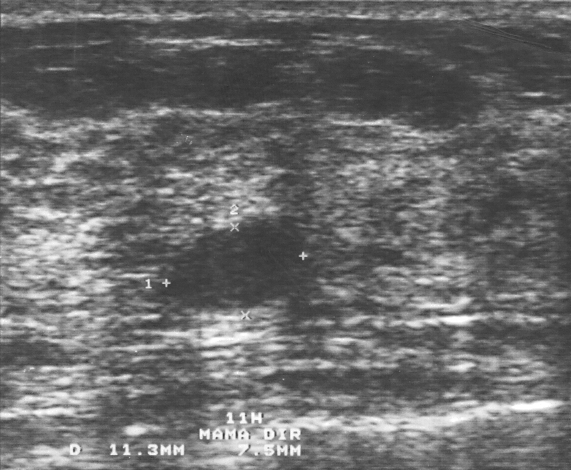
Imaging: breast ultrasound scan.
Assigned BI-RADS 3.
Biopsy showed fibroadenoma.
This breast lesion proved benign on biopsy or follow-up.